Background echotexture is homogeneous: fibroglandular. Modality: breast ultrasound image.
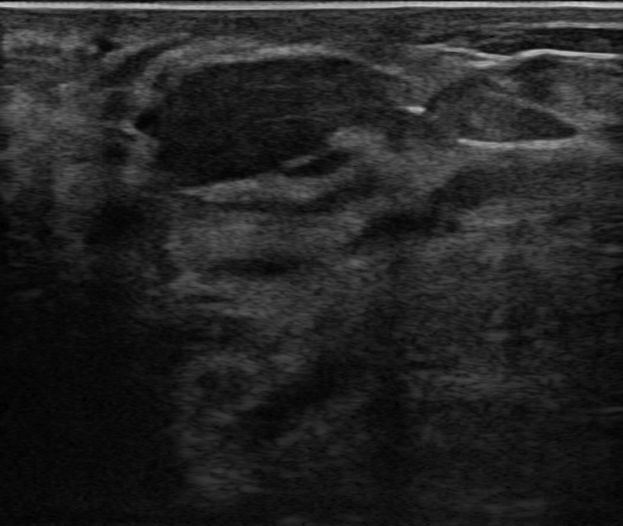
An oval, hypoechoic finding with a circumscribed margin is seen. There are no posterior acoustic features. No calcifications are seen. No echogenic halo is seen. BI-RADS assessment: 4A; biopsy or follow-up result: benign.